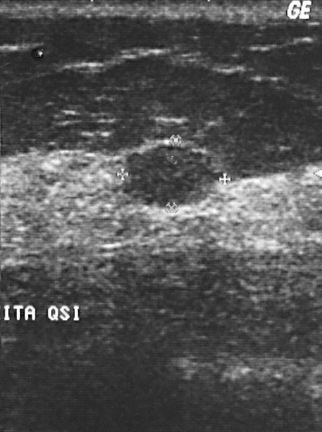
Modality: breast sonogram. Scanner: GE Logiq 5 @10-12MHz.
The breast lesion is located within the bounding box [120, 147, 213, 206].